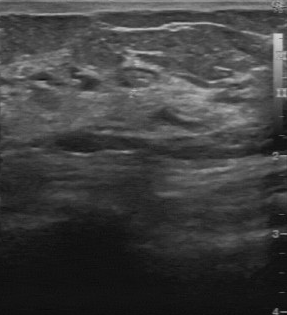
Breast ultrasound scan.
The mass was categorized BI-RADS 2 in the original read. A second reader, independent of the original assessment, describes a slightly hypoechoic mass with a regular margin; the boundary is clear. The biopsy result was cyst; the mass is benign.